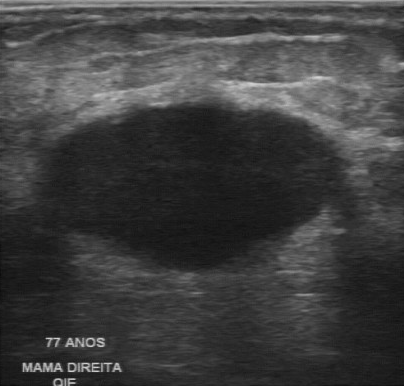
Acquired on GE Logiq 7 @10-14MHz. Imaging: breast ultrasound image.
The lesion was assessed as BI-RADS 4 by the original reader. The following findings are from a second reader, independent of the original assessment. The lesion boundary is clear. No calcifications are seen. The lesion has a regular margin. The lesion is anechoic. Biopsy showed invasive ductal carcinoma, a malignant finding.